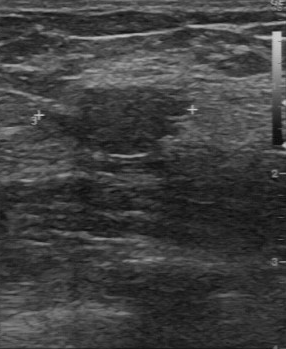
Imaging: breast US.
Pixel coordinates (x1, y1, x2, y2): The lesion occupies approximately top-left (42, 87), bottom-right (190, 154).